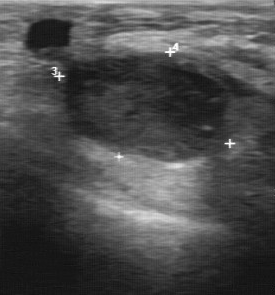
Imaging: breast US.
The original reader assigned BI-RADS 3. A second reader, independent of the original assessment, describes a slightly hypoechoic mass with a regular margin; the boundary is clear. Pathology confirmed malignant invasive ductal carcinoma.